Imaging: B-mode breast ultrasound.
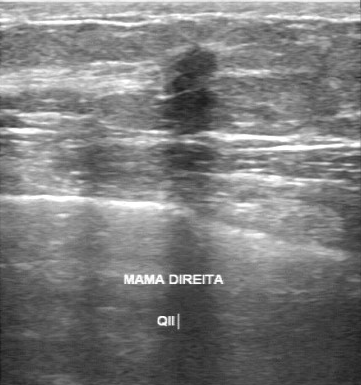
This B-mode breast ultrasound shows a breast lesion, malignant on biopsy or follow-up.